Modality: breast US.
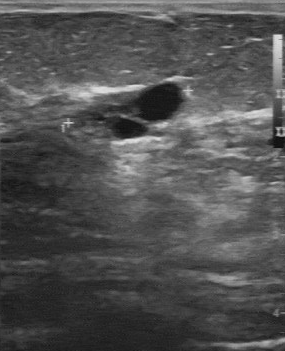
This breast US shows a finding, benign on biopsy or follow-up.